Modality: breast US.
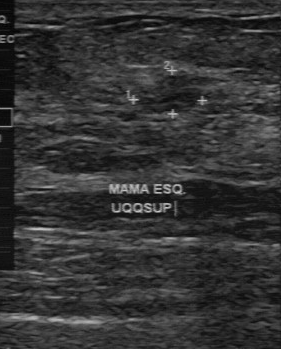
The finding demonstrates calcifications: absent, partially regular lesion margin, outcome on biopsy or follow-up: benign, biopsy result: fibroadenoma, somewhat unclear boundary, slightly hypoechoic internal echoes.